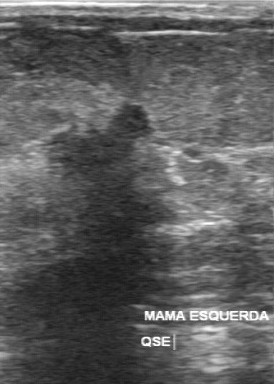
Modality: breast sonogram.
- boundary: unclear
- echogenicity: hypoechoic
- original BI-RADS: 5
- independent BI-RADS assessment: 4C
- calcifications: none
- confirmed outcome (biopsy or follow-up): malignant